Imaging: breast ultrasound image.
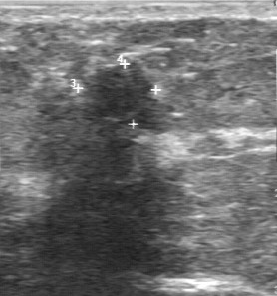
Contour: partially regular. Confirmed outcome (biopsy or follow-up): benign. Boundary: somewhat unclear. Echo pattern: slightly hypoechoic. Calcifications: absent.